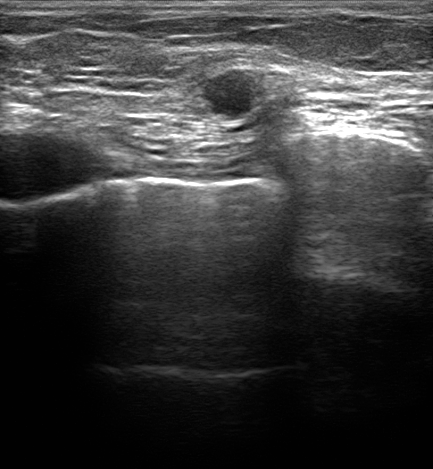
Breast ultrasound. Patient age: 80.
Radiologist's impression: Suspicion of malignancy; Fibroadenoma; Intraductal papilloma. Assigned BI-RADS 4C. Histopathology: Invasive carcinoma of no special type (NST). The finding is irregular in shape. Margins are not circumscribed, with indistinct features. Internally the finding is hypoechoic. No posterior acoustic features are seen. There is no echogenic halo. There are no calcifications. There is no skin thickening.